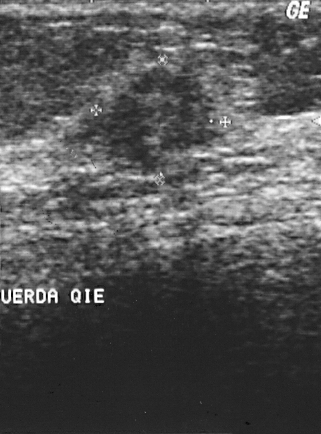
Imaging: breast US.
Biopsy or follow-up result: malignant. BI-RADS 4.